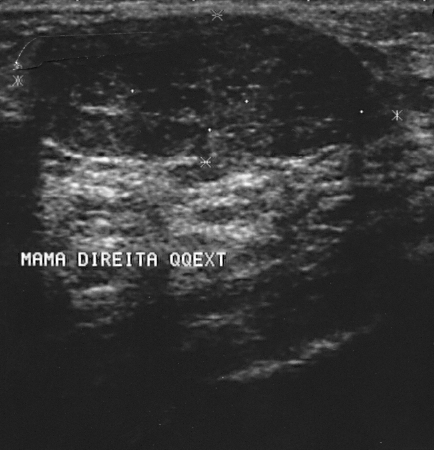
Modality: breast ultrasound scan.
Lesion region of interest: x1=15, y1=14, x2=378, y2=159. The mass is benign on biopsy or follow-up. BI-RADS 2.